Imaging: breast sonogram.
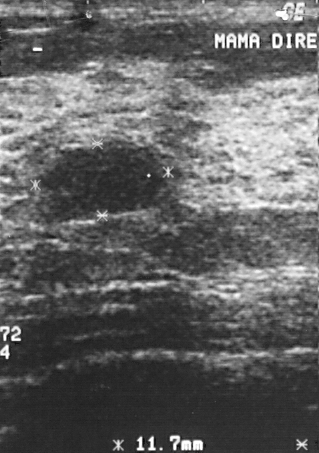
The BI-RADS assessment is 2. Histopathology: fibroadenoma.